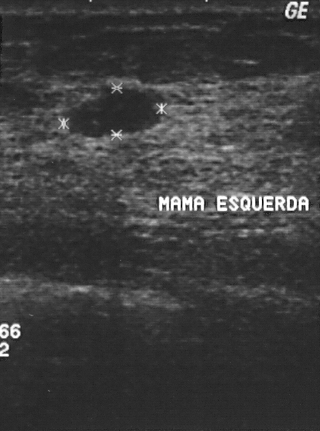
Modality: breast sonogram.
Pixel coordinates (x1, y1, x2, y2): Segment the lesion: bounding box (66, 89) to (160, 136).